Imaging: breast ultrasound image. Scanner: GE Logiq 7 @10-14MHz.
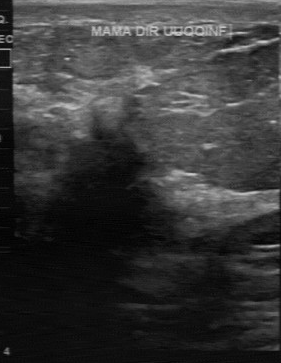
The mass was assessed as BI-RADS 5 by the original reader. A second, independent read describes the mass as follows. Calcifications: none. The margin is irregular. Boundary: unclear. The mass is hypoechoic. The biopsy result was invasive lobular carcinoma; the mass is malignant.